Modality: breast ultrasound. Background tissue composition: heterogeneous: predominantly fibroglandular.
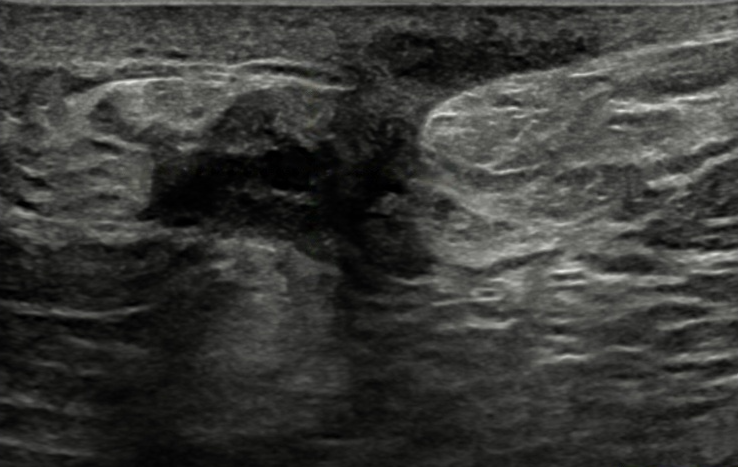
This breast ultrasound shows a mass, benign on biopsy or follow-up. BI-RADS 4B.